Imaging: breast ultrasound.
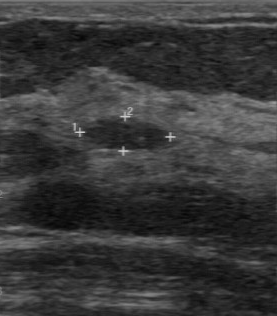
Outcome on biopsy or follow-up: benign. BI-RADS 2.